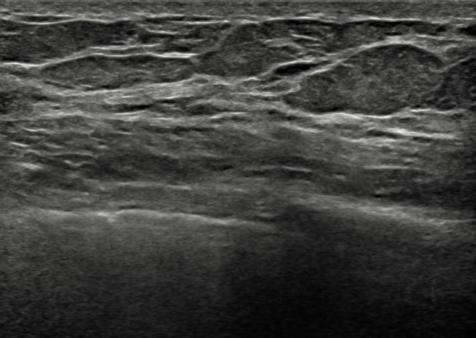
Breast ultrasound. 64-year-old patient. Background tissue composition: heterogeneous: predominantly fat.
No focal lesion identified. BI-RADS 1.